Imaging: breast sonogram.
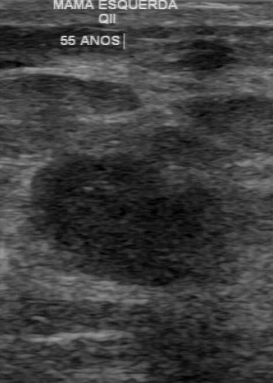
BI-RADS 4 in the original read.
A second, independent read describes the breast lesion as follows.
The breast lesion has an irregular margin.
Its boundary is unclear.
There are no calcifications.
Internally the breast lesion is hypoechoic.
The biopsy result was invasive ductal carcinoma; the breast lesion is malignant.